Breast ultrasound.
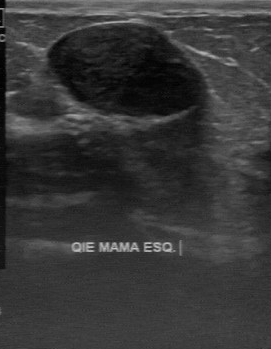
Original-read BI-RADS category: 2. The following findings are from a second reader, independent of the original assessment. Its boundary is clear. The margin is regular. Calcifications: none. Internally the breast lesion is hypoechoic. Histopathology: fibroadenoma (benign).